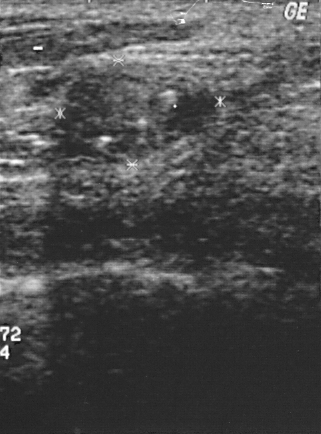
Breast ultrasound scan.
Biopsy or follow-up result: benign. Assigned BI-RADS 2. Pathology confirmed fibrocystic changes.